Imaging: breast sonogram.
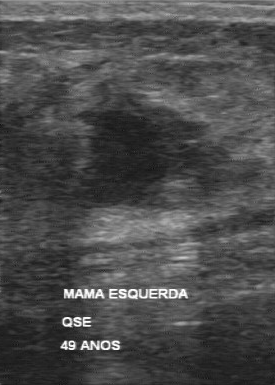
The original reader assigned BI-RADS 5.
Descriptors from an independent second read (not the reader who assigned the category):
The margin is irregular.
Its boundary is unclear.
Internally the finding is hypoechoic.
Calcifications: none.
The biopsy result was invasive ductal carcinoma; the finding is malignant.